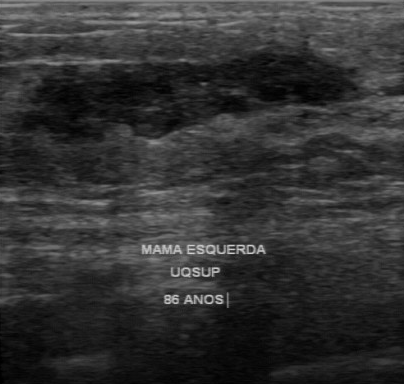
Modality: breast sonogram.
BI-RADS category is 4. Histopathology is papillary carcinoma.